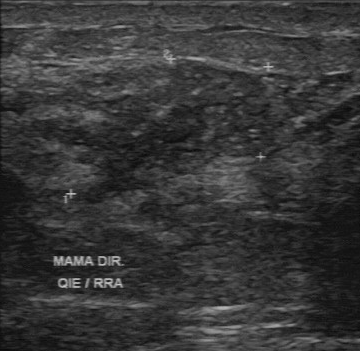
Acquired on GE Logiq 7 @10-14MHz. Modality: B-mode breast ultrasound.
- BI-RADS on independent re-read: 4B
- original BI-RADS: 4